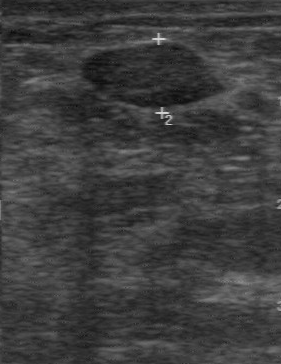
Modality: breast US.
BI-RADS 2 in the original read. Findings on the second read (an independent reader): a hypoechoic lesion, margin regular, boundary clear. Histopathology: fibroadenoma (benign).